Scanner: GE Logiq 7 @10-14MHz. Imaging: breast ultrasound scan.
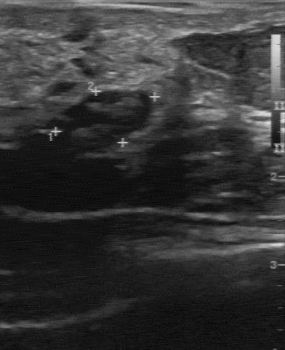
BI-RADS 4 in the original read. Descriptors from an independent second read (not the reader who assigned the category): No calcifications are seen. The breast lesion is heterogeneous. Boundary: clear. The breast lesion has a regular margin. The biopsy result was fibroadenoma; the breast lesion is benign.